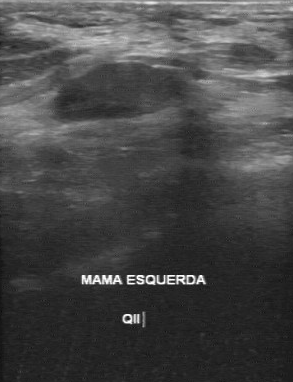
Breast ultrasound.
- calcifications: absent
- boundary: clear
- echo pattern: hypoechoic
- contour: regular